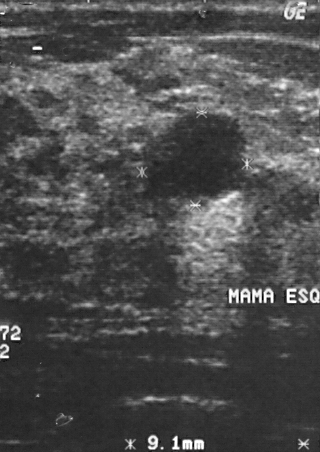
Breast sonogram.
The finding demonstrates BI-RADS category: 2, histopathology: cyst, outcome on biopsy or follow-up: benign.